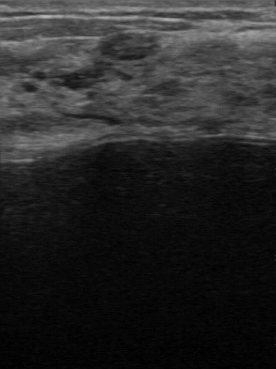
Modality: breast sonogram. Scanner: GE Logiq 7 @10-14MHz.
The biopsy or follow-up result is benign. BI-RADS: 3.